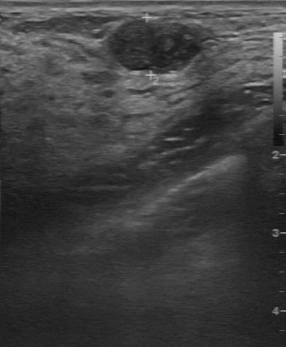
Modality: B-mode breast ultrasound.
Finding: mass, benign on biopsy or follow-up. (BI-RADS category 3.)